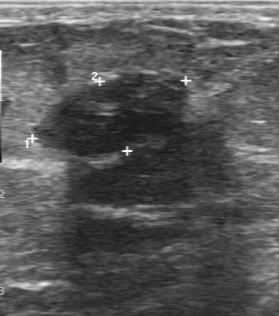
B-mode breast ultrasound.
BI-RADS 2 in the original read.
On a second read by an independent reader:
The finding has a regular margin.
Boundary: fairly clear.
Echo pattern: hypoechoic.
There are no calcifications.
The biopsy result was fibroadenoma; the finding is benign.